Modality: breast sonogram.
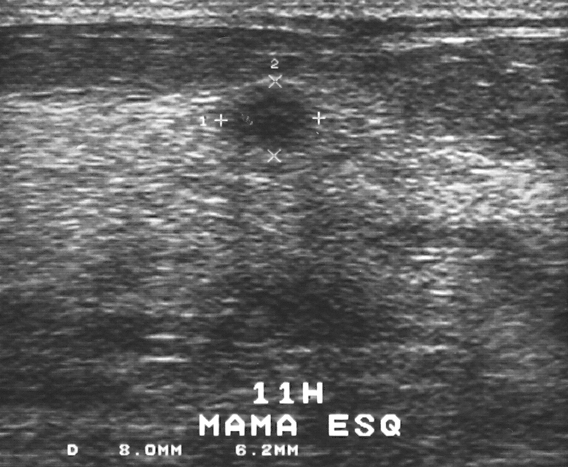
This breast sonogram shows a mass, benign on biopsy or follow-up. BI-RADS 4.